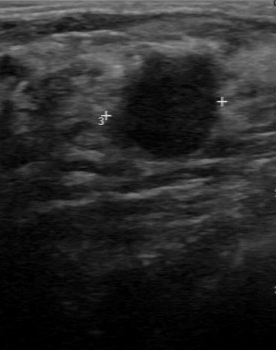
Modality: breast ultrasound scan.
The original reader assigned BI-RADS 4. Descriptors from an independent second read (not the reader who assigned the category): Margin: partially regular. Its boundary is clear. Internally the finding is hypoechoic. Calcifications: none. The biopsy result was fibroadenoma; the finding is benign.